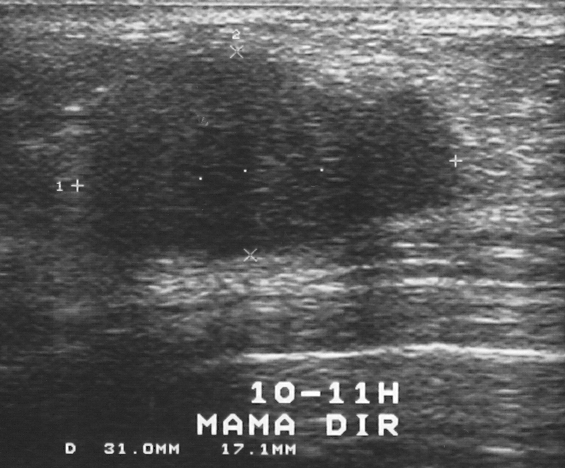
Modality: breast US.
A mass is seen. Assessment: BI-RADS 4. The biopsy result was fibroadenoma; the mass is benign.